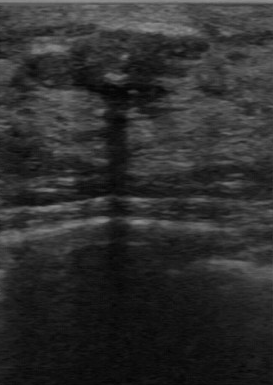
Breast ultrasound scan.
Breast ultrasound scan findings:
- echogenicity: hypoechoic
- calcifications: coarse calcifications
- lesion boundary: clear
- contour: regular
- outcome on biopsy or follow-up: benign